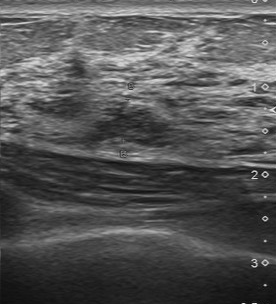
Modality: breast US.
The original reader assigned BI-RADS 4. A second reader, independent of the original assessment, describes a slightly hypoechoic breast lesion with a partially regular margin; the boundary is somewhat unclear. The biopsy result was fibrocystic changes; the breast lesion is benign.